Modality: B-mode breast ultrasound. Acquired on GE Logiq 5 @10-12MHz.
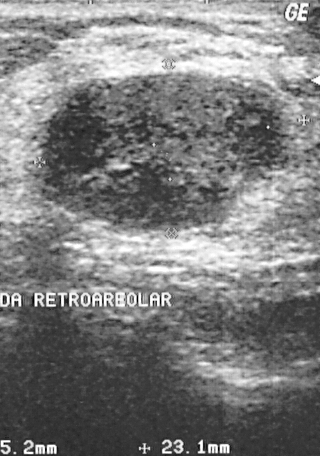
This B-mode breast ultrasound shows a mass. Assessment: BI-RADS 2. Pathology confirmed benign fibroadenoma.